Modality: breast ultrasound image.
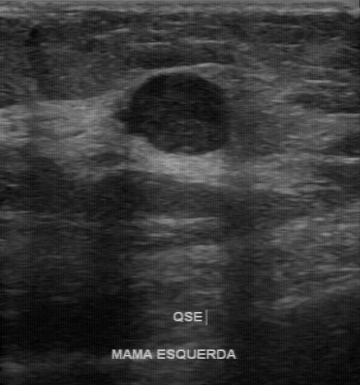
Biopsy or follow-up result: malignant.